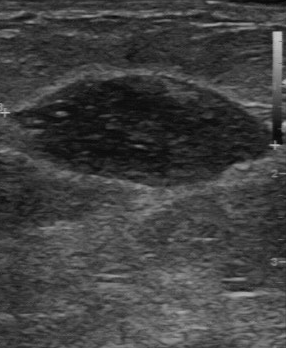
Imaging: breast sonogram.
BI-RADS 2 in the original read. Findings on the second read (an independent reader): a slightly hypoechoic breast lesion, margin regular, boundary clear. Calcifications: none. Biopsy showed mastitis, a benign finding.